Imaging: B-mode breast ultrasound.
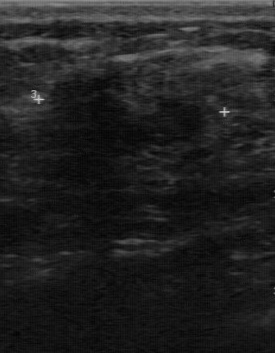
Lesion characteristics:
- calcifications: absent
- internal echoes: hypoechoic
- lesion boundary: clear
- biopsy or follow-up result: benign
- lesion margin: regular